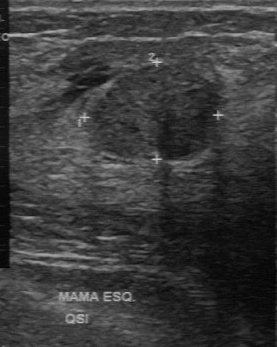
Breast US.
The breast lesion occupies approximately [92, 66, 216, 159]. BI-RADS 3.